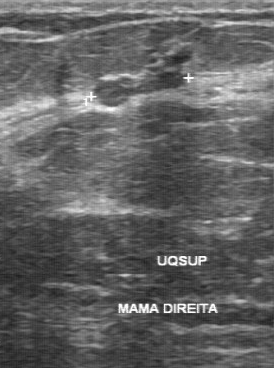
Scanner: GE Logiq 7 @10-14MHz. Imaging: breast ultrasound.
Breast ultrasound findings:
- lesion boundary: somewhat unclear
- echogenicity: slightly hypoechoic
- second-reader BI-RADS: 4A
- calcifications: absent
- outcome on biopsy or follow-up: benign
- original BI-RADS: 4
- lesion margin: partially regular